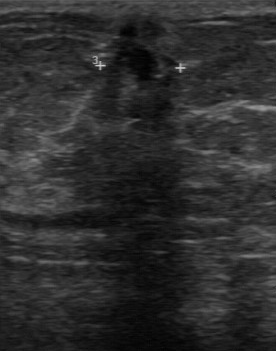
Breast sonogram.
FINDINGS: Breast sonogram. Calcifications: absent. Internal echoes: mixed cystic and solid. Margin: partially regular. Lesion boundary: clear. Biopsy result: invasive ductal carcinoma.